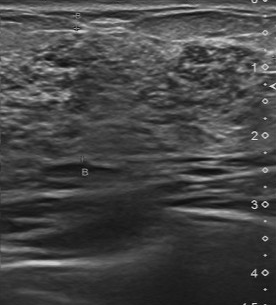
Breast ultrasound.
Calcifications: multiple calcifications. Contour: irregular. Internal echoes: heterogeneous. Outcome on biopsy or follow-up: malignant. Boundary: unclear.